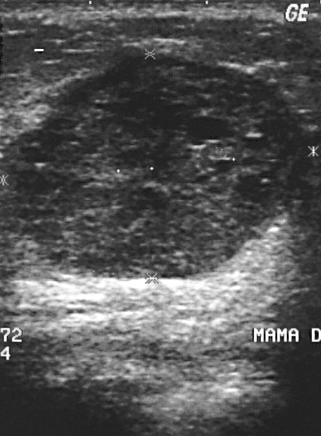
Breast ultrasound image.
Biopsy showed invasive ductal carcinoma. The finding is assessed as BI-RADS 4. The finding is malignant on biopsy or follow-up.